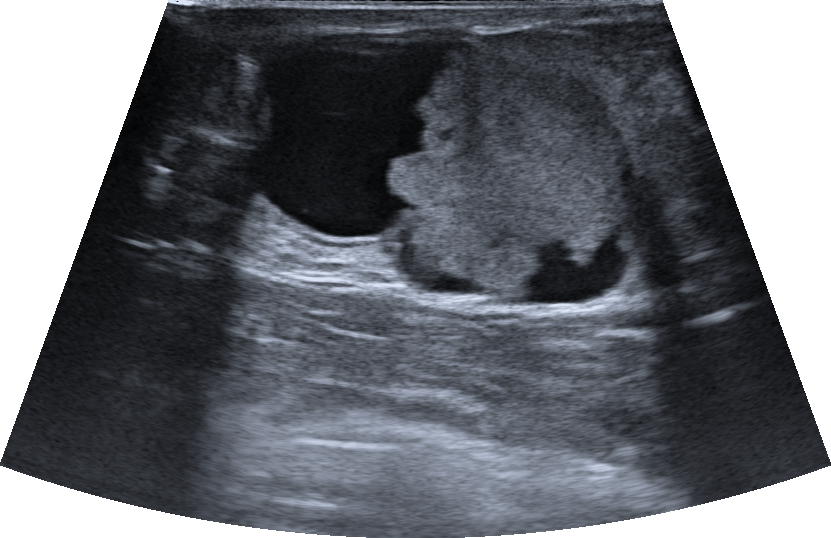
67-year-old patient. Breast ultrasound image. Background echotexture is homogeneous: fat.
Findings: an oval mass of complex cystic and solid echotexture with circumscribed margins. There is posterior acoustic enhancement. Echogenic halo: absent. The mass is categorized as BI-RADS 4B; on biopsy or follow-up it was malignant. Differential on reading: Suspicion of malignancy; Intraductal papilloma. Histopathology: Encapsulated papillary carcinoma; Ductal carcinoma in situ (DCIS).